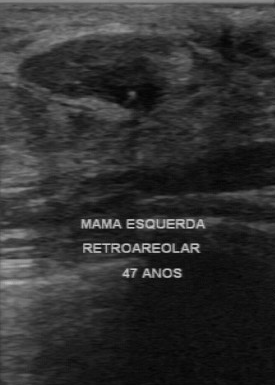
Breast US.
FINDINGS: Biopsy result: fibroadenoma. BI-RADS category: 2.
OUTCOME ON BIOPSY OR FOLLOW-UP: benign.